Imaging: breast US.
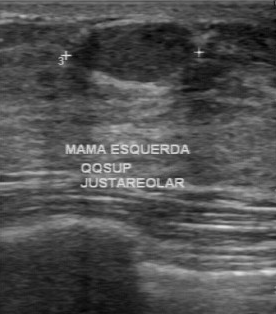
Finding: lesion, benign on biopsy or follow-up. (BI-RADS category 2.)